Modality: breast ultrasound scan.
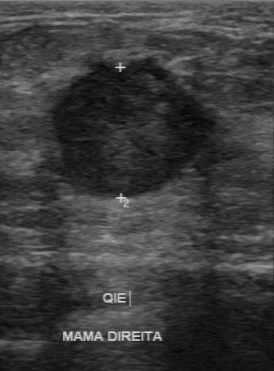
Biopsy or follow-up result: malignant.